Breast ultrasound.
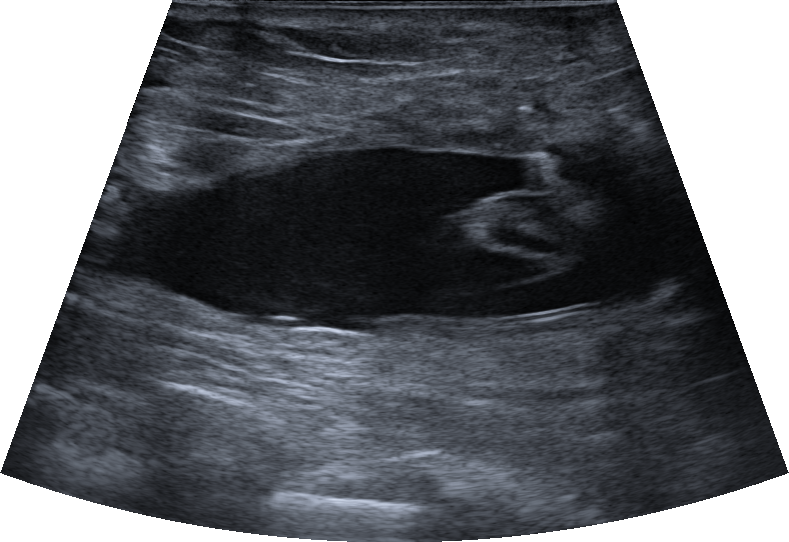
(coordinates in a 789x542 pixel frame) Segment the lesion: bounding box 105 142 701 339. The lesion is benign on biopsy or follow-up.